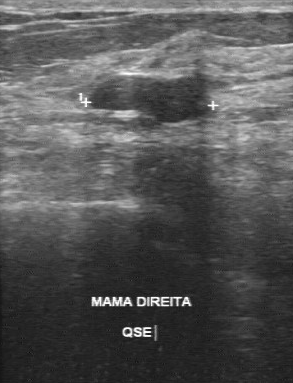
Imaging: B-mode breast ultrasound.
Lesion characteristics:
- BI-RADS on independent re-read: 3
- pathology: fibroadenoma
- lesion boundary: clear